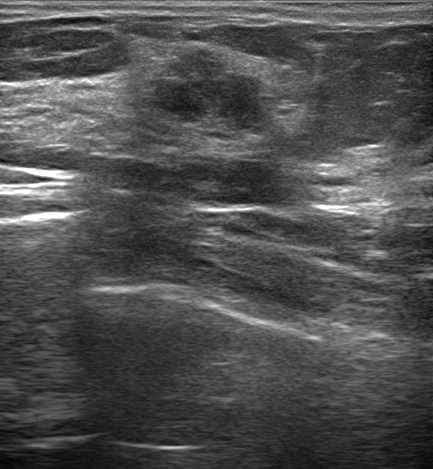
Breast ultrasound.
Mass: benign on biopsy or follow-up. (BI-RADS category 4B.)